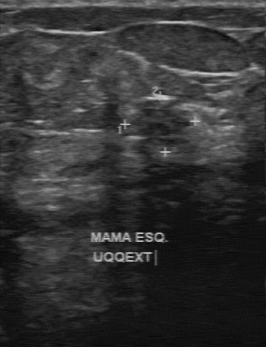
B-mode breast ultrasound.
FINDINGS: Boundary: somewhat unclear. Original BI-RADS: 4. BI-RADS (second read): 3. Echogenicity: slightly hypoechoic. Calcifications: absent.